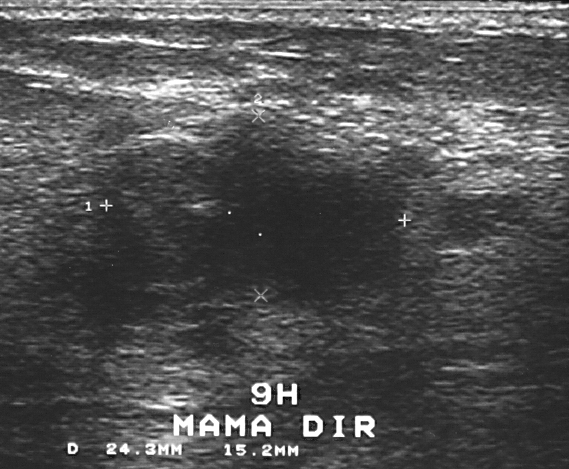
Breast US. Acquired on GE Logiq 5 @10-12MHz.
Histopathology: fibrocystic changes. This breast lesion proved benign on biopsy or follow-up. BI-RADS assessment: 4.